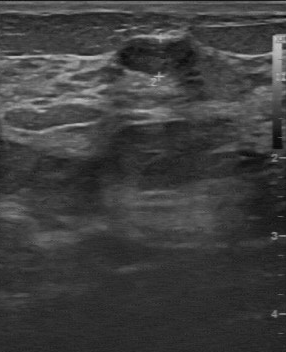
Breast US.
Pixel coordinates (x1, y1, x2, y2): Segment the lesion: bounding box x1=117, y1=39, x2=192, y2=75. The lesion is benign on biopsy or follow-up. BI-RADS 3.